Acquired on GE Logiq 7 @10-14MHz. Breast ultrasound image.
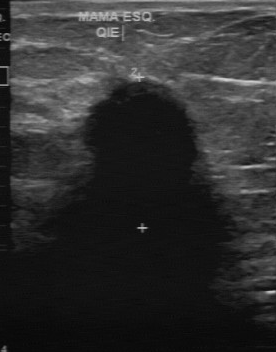
The BI-RADS is 5.